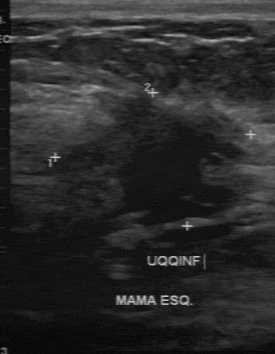
Imaging: B-mode breast ultrasound. Scanner: GE Logiq 7 @10-14MHz.
B-mode breast ultrasound findings:
- BI-RADS (first reader): 4
- internal echoes: hypoechoic
- lesion margin: irregular
- second-reader BI-RADS: 4C
- confirmed outcome (biopsy or follow-up): malignant
- lesion boundary: unclear
- pathology: invasive ductal carcinoma